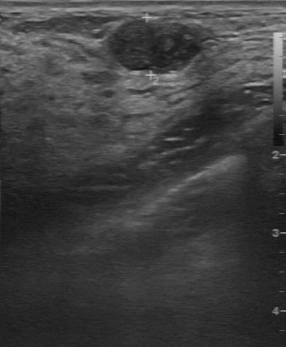
Imaging: breast ultrasound.
This breast ultrasound shows a mass with outcome on biopsy or follow-up: benign, BI-RADS assessment: 3.